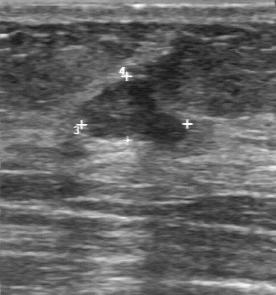
Imaging: breast ultrasound.
Segment the mass: bounding box (84, 83) to (185, 140).